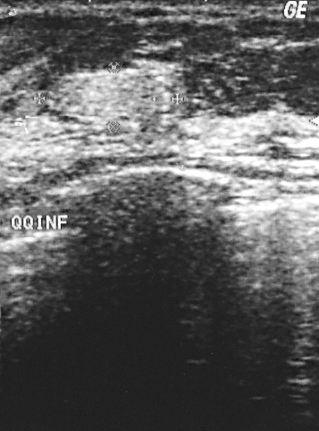
B-mode breast ultrasound.
The finding is benign on biopsy or follow-up.